Modality: B-mode breast ultrasound.
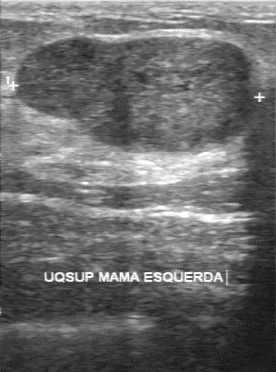
BI-RADS (first reader) is 4. Independent BI-RADS assessment: 3.